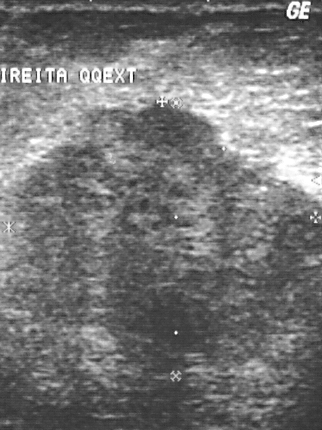
Scanner: GE Logiq 5 @10-12MHz. Modality: breast ultrasound image.
Outcome on biopsy or follow-up: malignant.